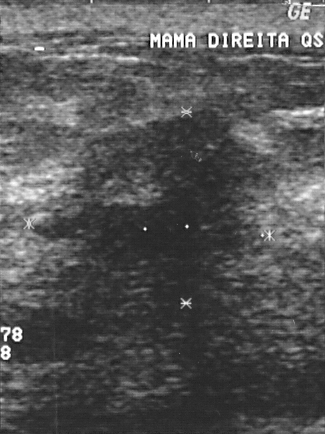
Modality: breast ultrasound scan. Scanner: GE Logiq 5 @10-12MHz.
Histopathology: invasive ductal carcinoma (malignant).
Assigned BI-RADS 4.
The lesion is malignant on biopsy or follow-up.